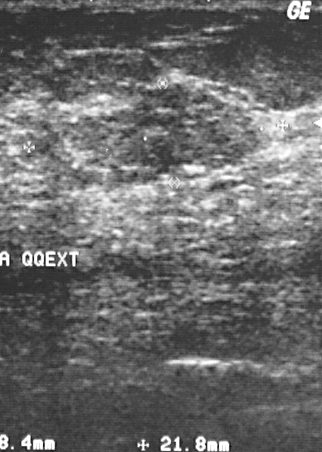
Modality: breast US.
The mass is located within the bounding box [38, 85, 261, 187].